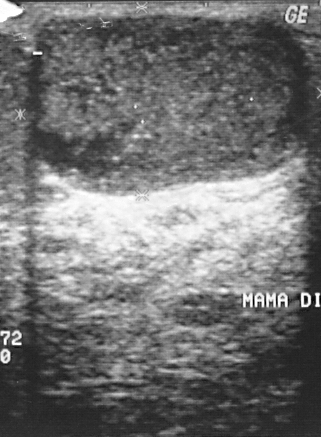
Imaging: breast ultrasound image.
This breast ultrasound image shows a lesion. Assessment: BI-RADS 2. Biopsy showed cyst, a benign finding.